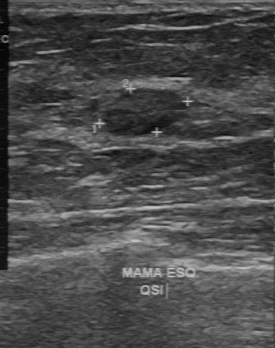
Modality: breast ultrasound scan.
The breast lesion was assessed as BI-RADS 2 by the original reader.
On a second read by an independent reader:
The breast lesion has a regular margin.
The breast lesion is slightly hypoechoic.
Boundary: clear.
No calcifications are seen.
The biopsy result was fibroadenoma; the breast lesion is benign.